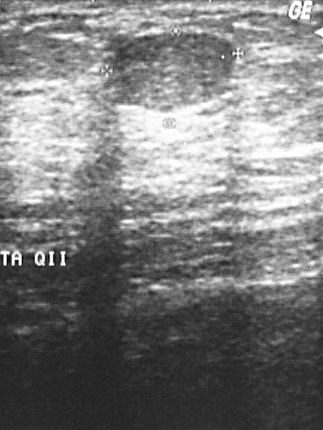
Imaging: breast ultrasound image.
BI-RADS assessment: 2. Biopsy result: fibroadenoma.
OUTCOME ON BIOPSY OR FOLLOW-UP: benign.